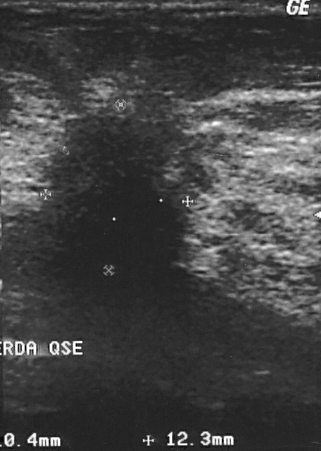
Modality: breast ultrasound image. Acquired on GE Logiq 5 @10-12MHz.
This breast ultrasound image shows a mass, malignant on biopsy or follow-up.